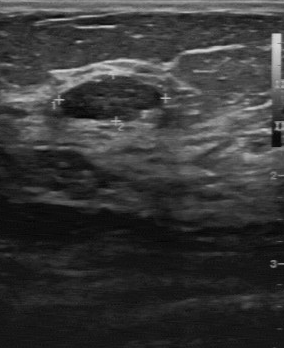
Scanner: GE Logiq 7 @10-14MHz. B-mode breast ultrasound.
The finding demonstrates calcifications: absent, hypoechoic echo pattern, outcome on biopsy or follow-up: benign, clear boundary, regular margin, pathology: fibroadenoma.